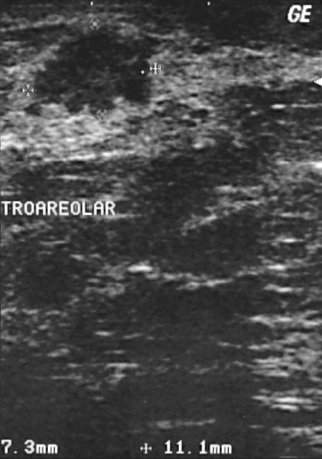
Imaging: breast ultrasound. Scanner: GE Logiq 5 @10-12MHz.
This breast ultrasound shows a mass, malignant on biopsy or follow-up. (BI-RADS category 4.)